Modality: breast ultrasound. Scanner: GE Logiq 5 @10-12MHz.
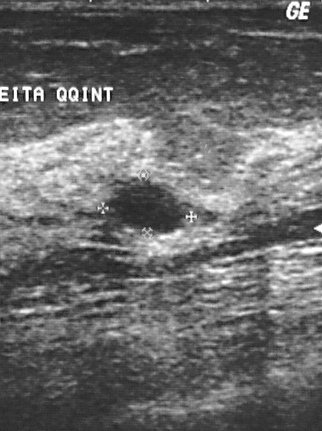
The finding is assessed as BI-RADS 2. Histopathology: cyst. The finding is benign on biopsy or follow-up.